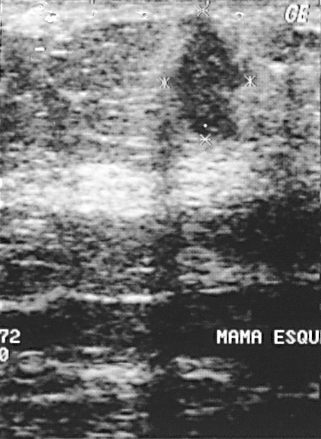
Imaging: breast ultrasound image.
A mass is seen. Assessment: BI-RADS 4. The biopsy result was invasive ductal carcinoma; the mass is malignant.